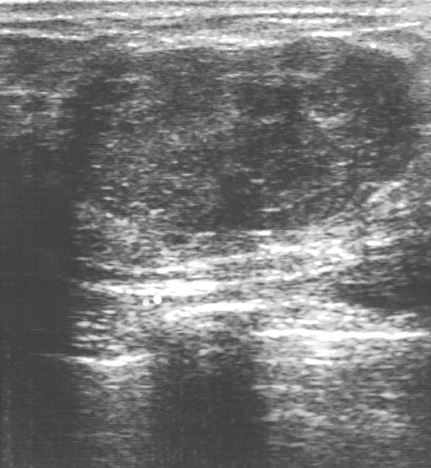
Imaging: breast ultrasound scan.
BI-RADS assessment: 4. Histopathology: phyllodes tumor (benign).